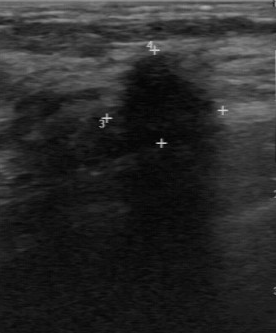
Modality: breast ultrasound image.
FINDINGS: Breast ultrasound image. Outcome on biopsy or follow-up: malignant. BI-RADS category: 5. Histopathology: invasive ductal carcinoma.
OUTCOME ON BIOPSY OR FOLLOW-UP: malignant.